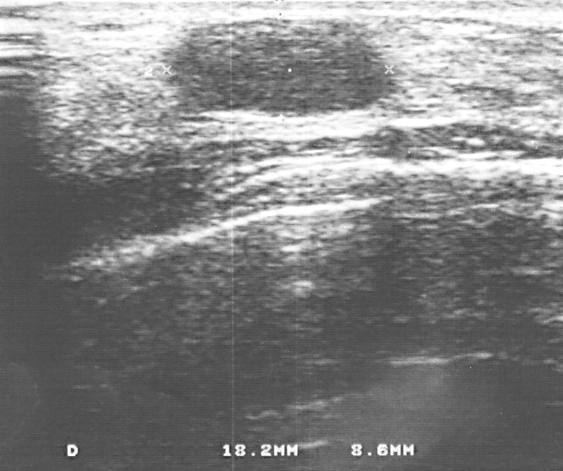
Modality: breast ultrasound. Acquired on GE Logiq 5 @10-12MHz.
Biopsy or follow-up result: benign.
BI-RADS category 2.
Histopathology: fibroadenoma (benign).